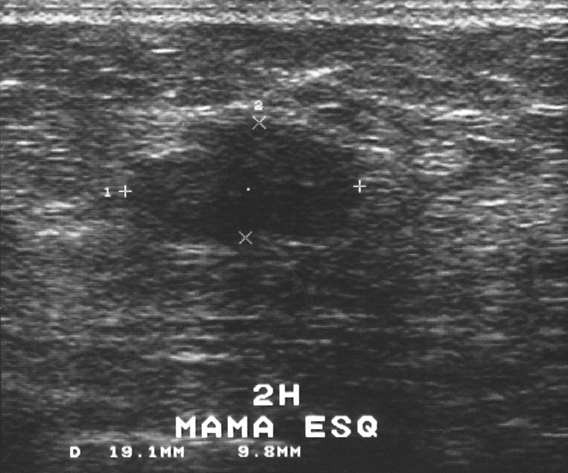
Modality: breast US.
Coordinates are pixels in the 568x473 image. Lesion region of interest: top-left (127, 119), bottom-right (367, 244).